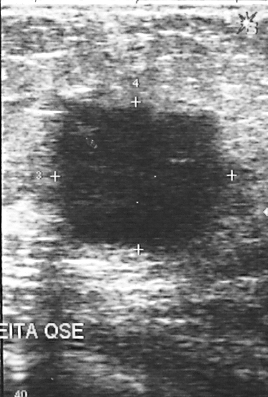
Modality: breast ultrasound scan. Scanner: GE Logiq 5 @10-12MHz.
The breast lesion is malignant on biopsy or follow-up.